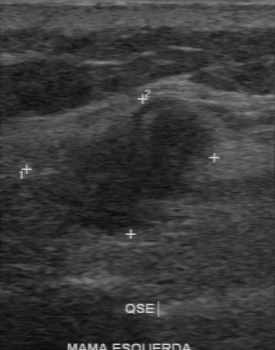
Imaging: breast ultrasound scan.
Breast ultrasound scan findings:
- BI-RADS category: 4